Imaging: breast ultrasound image.
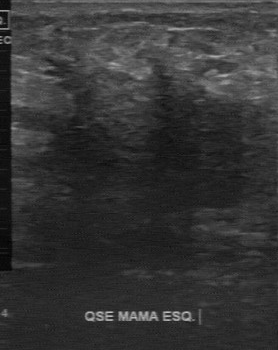
This breast ultrasound image shows a mass with BI-RADS (first reader): 5, independent BI-RADS assessment: 4B, biopsy or follow-up result: malignant, histopathology: invasive ductal carcinoma.